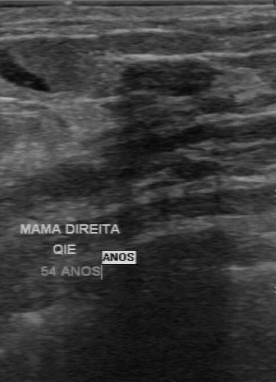
Modality: B-mode breast ultrasound.
BI-RADS 3 in the original read.
On a second read by an independent reader:
Calcifications: none.
Margin: regular.
Internally the breast lesion is hypoechoic.
The lesion boundary is clear.
Histopathology: fibroadenoma (benign).